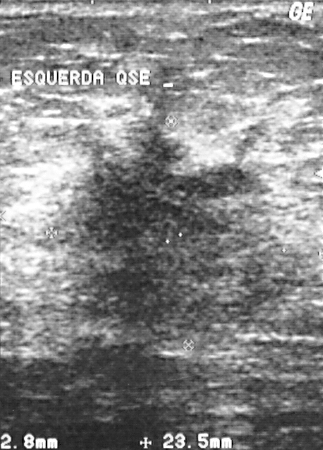
Modality: breast sonogram.
The mass is assessed as BI-RADS 5. Biopsy showed invasive ductal carcinoma, a malignant finding. The mass is malignant on biopsy or follow-up.